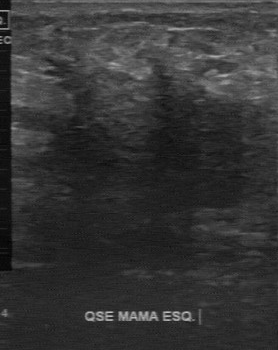
Imaging: breast ultrasound image.
Breast lesion: malignant on biopsy or follow-up. (BI-RADS category 5.)